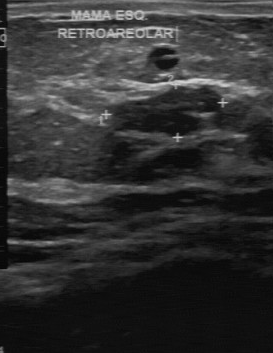
Scanner: GE Logiq 7 @10-14MHz. Imaging: breast US.
(coordinates in a 273x353 pixel frame) The lesion occupies approximately [113, 87, 220, 136]. The lesion is benign on biopsy or follow-up.